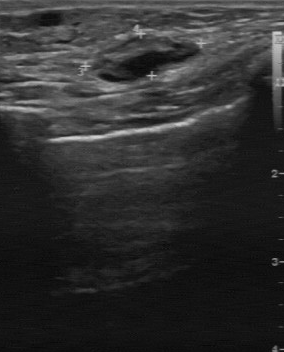
Modality: breast ultrasound image.
Biopsy or follow-up result: benign.